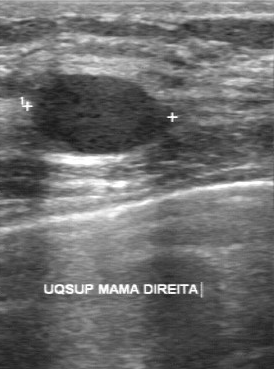
Breast US.
This breast US shows a breast lesion, benign on biopsy or follow-up.